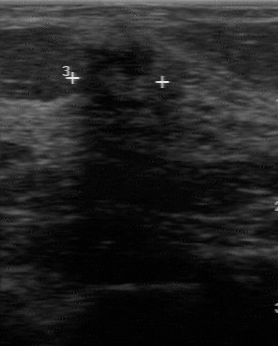
Imaging: B-mode breast ultrasound.
The lesion was assessed as BI-RADS 4 by the original reader. Descriptors from an independent second read (not the reader who assigned the category): The lesion has an irregular margin. Its boundary is clear. The lesion is heterogeneous. There are no calcifications. Histopathology: invasive ductal carcinoma (malignant).